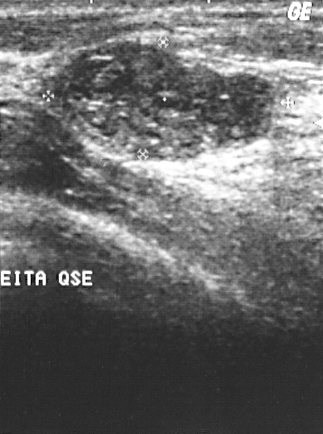
Imaging: breast ultrasound image.
A mass is present on this breast ultrasound image. It was assessed as BI-RADS 2. The biopsy result was fibroadenoma; the mass is benign.